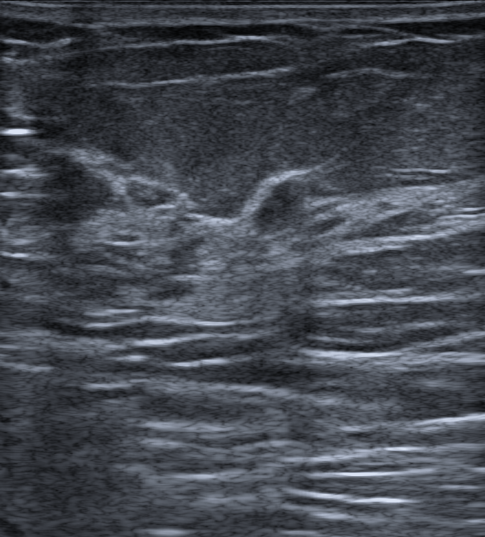
Patient age: 57. Imaging: breast sonogram.
FINDINGS: Breast sonogram. Echotexture: hypoechoic. Echogenic halo: none. Posterior acoustic features: absent. Borders: not circumscribed - indistinct. Verification: confirmed by biopsy. BI-RADS: 4B. Skin thickening: none. Shape: oval. Calcifications: none.
OUTCOME ON BIOPSY OR FOLLOW-UP: benign.